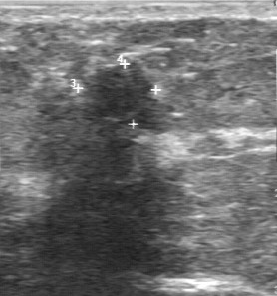
Breast ultrasound.
The finding demonstrates partially regular contour, calcifications: absent, outcome on biopsy or follow-up: benign, BI-RADS (second read): 4A.